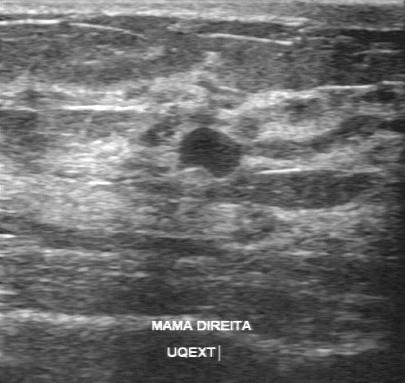
Imaging: breast ultrasound. Scanner: GE Logiq 7 @10-14MHz.
The BI-RADS (second read) is 3. Echogenicity is slightly hypoechoic. The lesion boundary is clear. Original BI-RADS is 3.